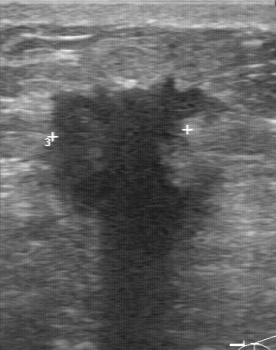
Modality: breast ultrasound scan. Scanner: GE Logiq 7 @10-14MHz.
The BI-RADS assessment is 5.